Scanner: GE Logiq 5 @10-12MHz. Imaging: breast ultrasound scan.
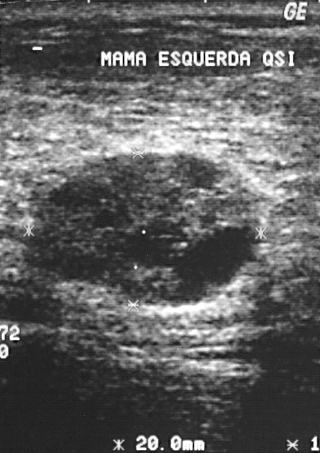
Outcome on biopsy or follow-up: benign.